Acquired on GE Logiq 7 @10-14MHz. Modality: breast sonogram.
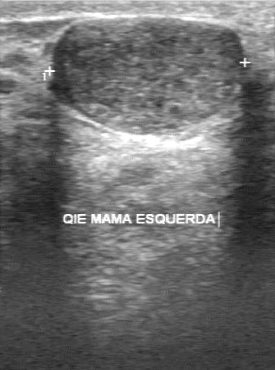
Biopsy result: fibroadenoma. BI-RADS: 4. Confirmed outcome (biopsy or follow-up): benign.
OUTCOME ON BIOPSY OR FOLLOW-UP: benign.